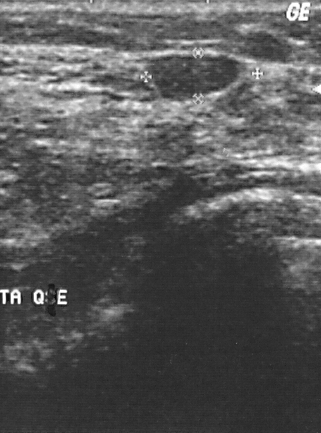
Imaging: breast sonogram.
This breast sonogram shows a finding. It was assessed as BI-RADS 2. The biopsy result was fibroadenoma; the finding is benign.